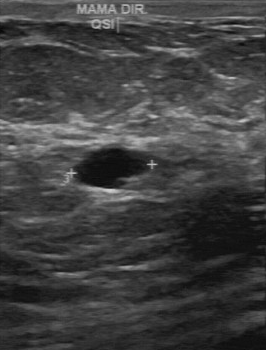
Imaging: breast sonogram.
Original-read BI-RADS category: 2. A second reader, independent of the original assessment, describes an anechoic mass with a partially regular margin; the boundary is fairly clear. Biopsy showed cyst, a benign finding.